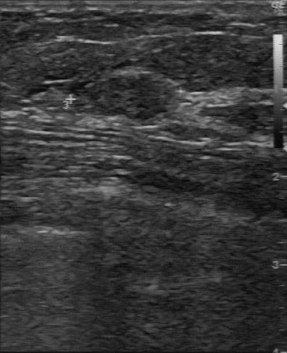
Modality: breast ultrasound scan.
No calcifications are seen. Margin: regular. Boundary is clear. The outcome on biopsy or follow-up is malignant. The echo pattern is slightly hypoechoic.